Modality: B-mode breast ultrasound.
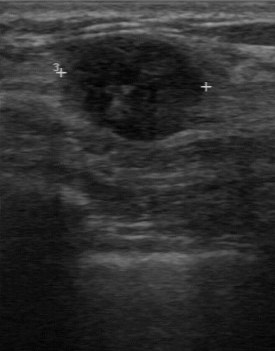
(coordinates in a 275x351 pixel frame) Segment the finding: bounding box [58, 35, 207, 141].